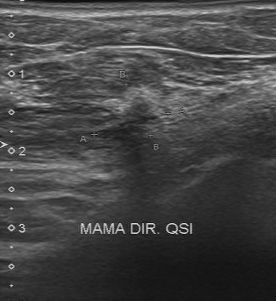
Imaging: breast US. Acquired on Toshiba Aplio 300 @12-14 MHz.
Pixel coordinates (x1, y1, x2, y2): Segment the mass: bounding box (93, 87) to (168, 160). The mass is malignant on biopsy or follow-up.